Modality: breast US.
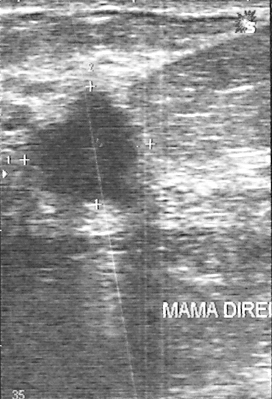
Coordinates are pixels in the 272x399 image. Segment the finding: bounding box [30, 90, 151, 208].